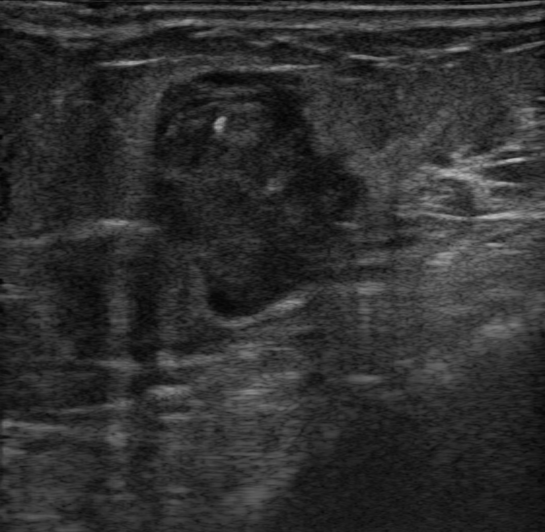
Imaging: breast ultrasound. 87-year-old patient.
(coordinates in a 545x532 pixel frame) Mass bounding box: 140 69 373 325.